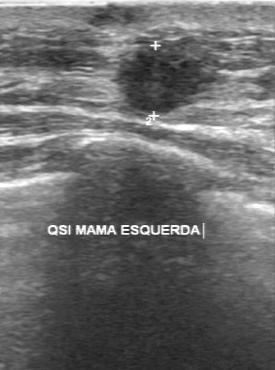
Breast US.
The breast lesion was assessed as BI-RADS 5 by the original reader. On a second, independent read, a breast lesion with an irregular margin and an unclear boundary is seen; it is slightly hypoechoic. Histopathology: invasive ductal carcinoma (malignant).